Modality: breast US.
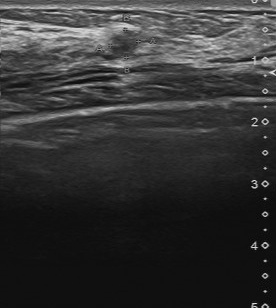
The mass was assessed as BI-RADS 4 by the original reader. The following findings are from a second reader, independent of the original assessment. Its boundary is fairly clear. Calcifications: none. The mass has a partially regular margin. The mass is slightly hypoechoic. Biopsy showed fibrocystic changes, a benign finding.